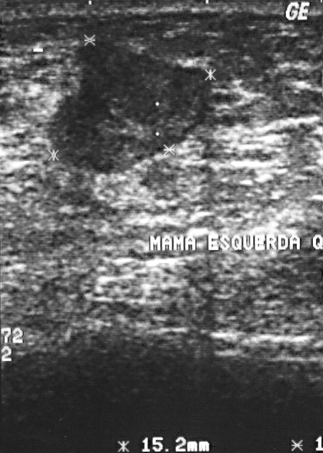
Imaging: breast ultrasound image.
A breast lesion is seen. Assessment: BI-RADS 4. Histopathology: invasive ductal carcinoma (malignant).